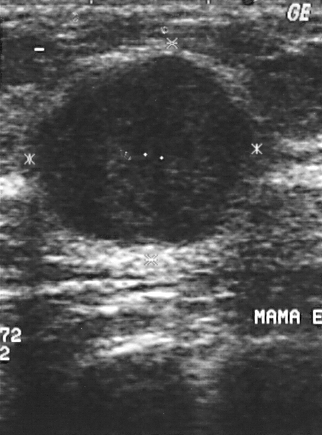
Imaging: B-mode breast ultrasound.
This B-mode breast ultrasound shows a mass, malignant on biopsy or follow-up. BI-RADS 4.